Breast ultrasound.
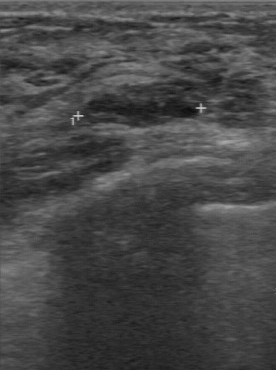
FINDINGS: BI-RADS: 4.
OUTCOME ON BIOPSY OR FOLLOW-UP: benign.